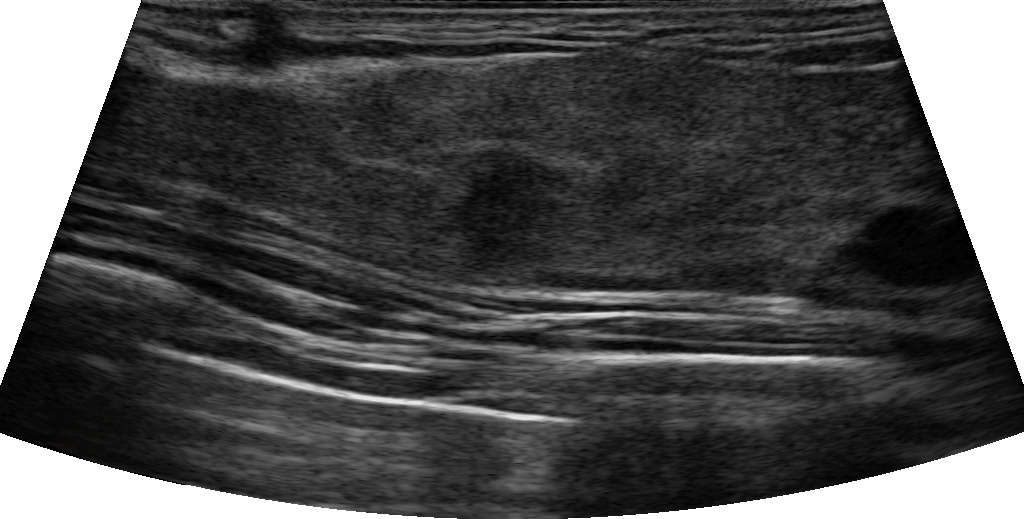
B-mode breast ultrasound. Patient age: 45.
(coordinates in a 1024x519 pixel frame) The lesion is located within the bounding box (458,145)-(547,262). The lesion is benign on biopsy or follow-up.